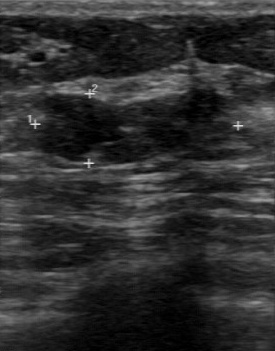
Modality: breast ultrasound image. Scanner: GE Logiq 7 @10-14MHz.
The original reader assigned BI-RADS 4. The following findings are from a second reader, independent of the original assessment. Margin: regular. Its boundary is fairly clear. The breast lesion is hypoechoic. There are no calcifications. Biopsy showed fibroadenoma, a benign finding.